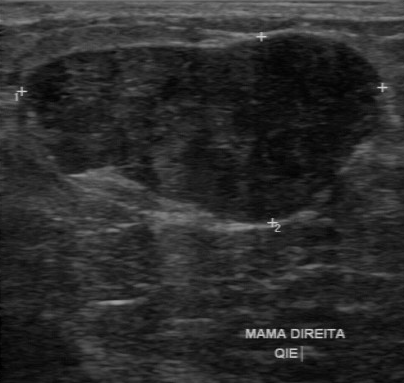
Imaging: breast sonogram.
Lesion characteristics:
- histopathology: fibroadenoma
- BI-RADS: 3